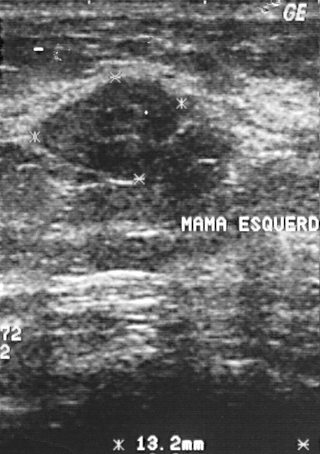
Modality: breast ultrasound image.
BI-RADS: 2. Biopsy or follow-up result: benign. Histopathology is fibroadenoma.